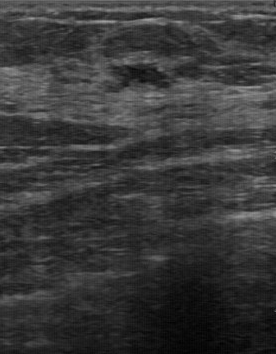
Imaging: breast ultrasound scan.
The lesion demonstrates regular margin, hypoechoic echo pattern, clear lesion boundary, calcifications: none.